Imaging: breast sonogram. Acquired on GE Logiq 7 @10-14MHz.
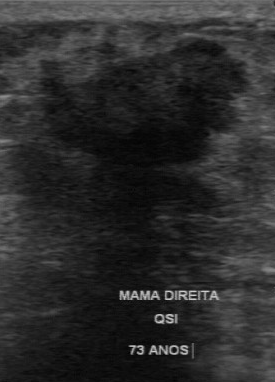
Biopsy or follow-up result is malignant. BI-RADS assessment: 4. Biopsy result is invasive ductal carcinoma.